Imaging: breast sonogram.
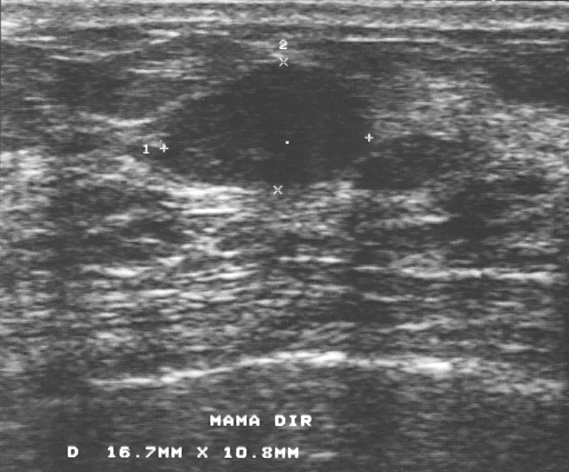
(coordinates in a 569x472 pixel frame) Segment the breast lesion: bounding box (162,62)-(370,186). BI-RADS 3.